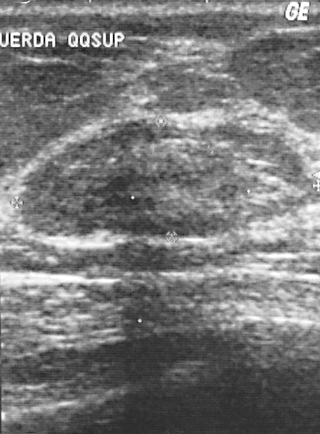
Breast US.
Biopsy showed fibrocystic changes, a benign finding.
The lesion is assessed as BI-RADS 2.